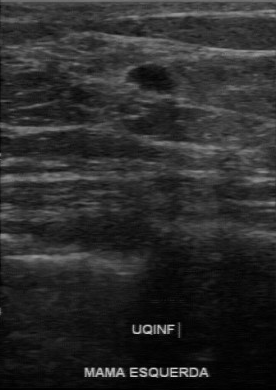
Imaging: breast ultrasound image. Acquired on GE Logiq 7 @10-14MHz.
Lesion characteristics:
- lesion boundary: clear
- calcifications: absent
- lesion margin: partially regular
- outcome on biopsy or follow-up: benign
- echogenicity: hypoechoic